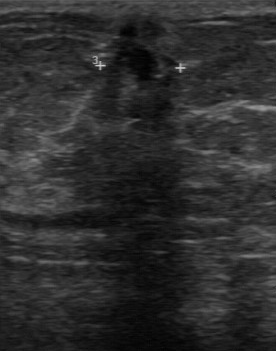
Imaging: breast ultrasound image.
This breast ultrasound image shows a lesion with independent BI-RADS assessment: 3, original BI-RADS: 4, mixed cystic and solid echo pattern, biopsy or follow-up result: malignant, biopsy result: invasive ductal carcinoma, clear boundary, partially regular contour.